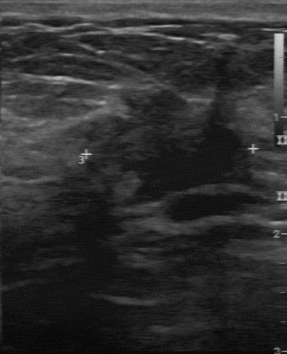
Breast sonogram.
The mass demonstrates irregular contour, calcifications: none, unclear lesion boundary, hypoechoic echo pattern.